Breast ultrasound scan.
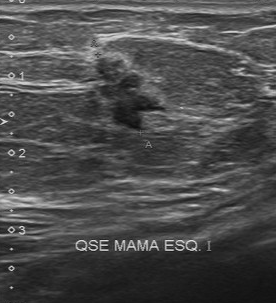
Biopsy or follow-up result: malignant. (BI-RADS category 4.)